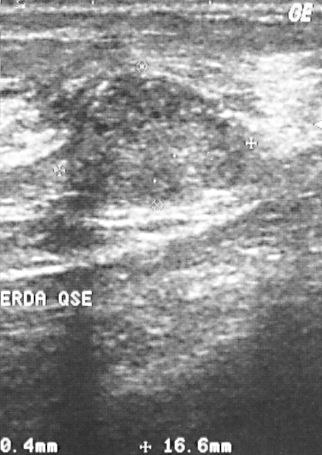
Imaging: B-mode breast ultrasound.
This lesion proved benign on biopsy or follow-up.
The lesion is assessed as BI-RADS 2.
Pathology confirmed fibrocystic changes.